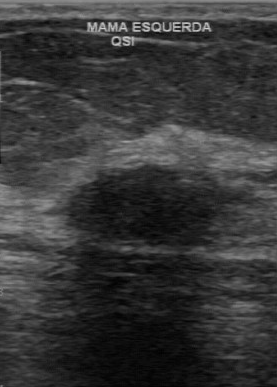
Modality: breast ultrasound image.
Biopsy or follow-up result: benign.